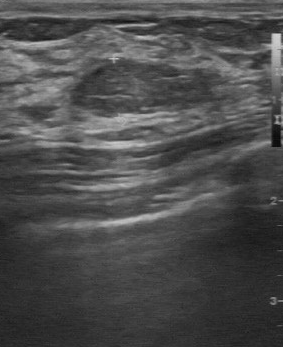
Breast ultrasound image.
FINDINGS: BI-RADS (second read): 3. Internal echoes: slightly hypoechoic. Margin: regular. BI-RADS (first reader): 2.